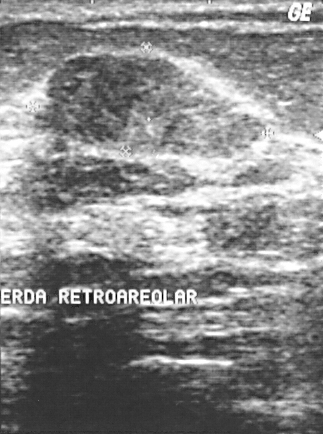
Modality: B-mode breast ultrasound.
A breast lesion is present on this B-mode breast ultrasound. Assessment: BI-RADS 2. Pathology confirmed benign fibrocystic changes.